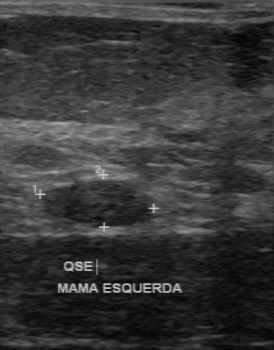
Modality: breast ultrasound image.
Coordinates are pixels in the 274x350 image. Breast lesion bounding box: (41, 178) to (154, 229).